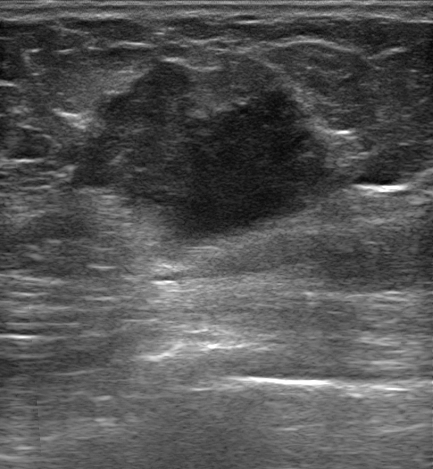
Breast sonogram. Patient age: 63.
Biopsy or follow-up result: malignant.